Modality: breast ultrasound image.
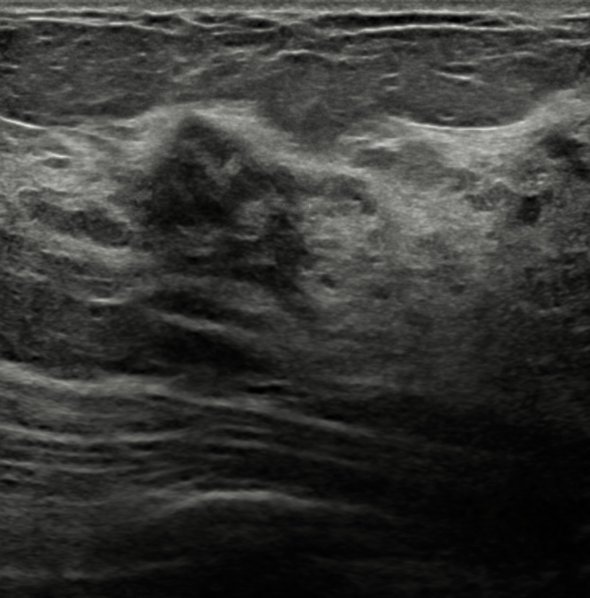
Pixel coordinates (x1, y1, x2, y2): Segment the lesion: bounding box [129, 113, 315, 304]. The lesion is benign on biopsy or follow-up.